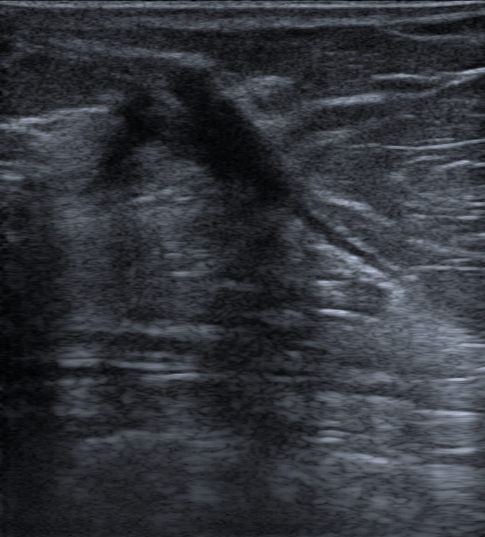
59-year-old patient. Background tissue composition: homogeneous: fat. Modality: B-mode breast ultrasound.
Biopsy or follow-up result: benign. (BI-RADS category 2.)